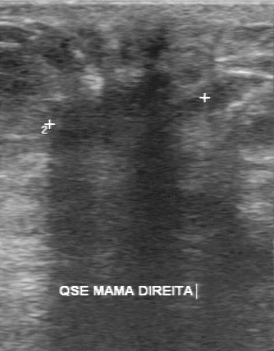
Imaging: breast ultrasound scan.
The lesion was assessed as BI-RADS 5 by the original reader. Findings on the second read (an independent reader): a heterogeneous lesion, margin irregular, boundary unclear. Pathology confirmed malignant invasive lobular carcinoma.